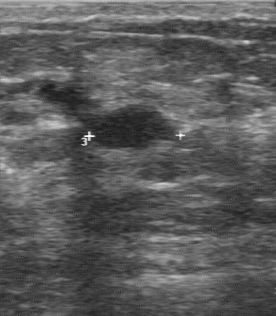
Imaging: breast ultrasound scan.
Original-read BI-RADS category: 3. The following findings are from a second reader, independent of the original assessment. The finding has a regular margin. Internally the finding is hypoechoic. The lesion boundary is clear. No calcifications are seen. Histopathology: fibroadenoma (benign).